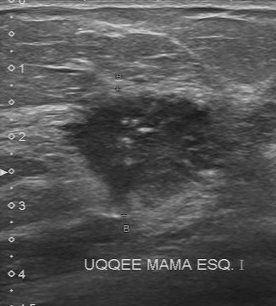
Modality: breast US.
- calcifications: multiple calcifications
- contour: irregular
- boundary: unclear
- echo pattern: hypoechoic
- confirmed outcome (biopsy or follow-up): malignant